Imaging: breast ultrasound. Scanner: GE Logiq 7 @10-14MHz.
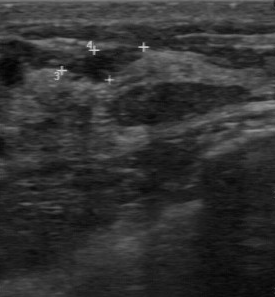
The breast lesion was categorized BI-RADS 4 in the original read.
Descriptors from an independent second read (not the reader who assigned the category):
The margin is regular.
The lesion boundary is fairly clear.
Internally the breast lesion is slightly hypoechoic.
Calcifications: none.
The biopsy result was fibrocystic changes; the breast lesion is benign.